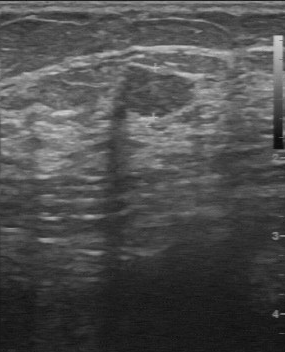
Imaging: breast ultrasound scan.
A lesion is seen with BI-RADS category: 4, biopsy or follow-up result: benign.